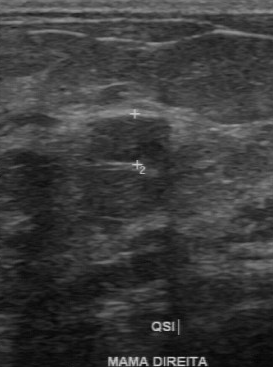
Modality: B-mode breast ultrasound.
- BI-RADS category: 2